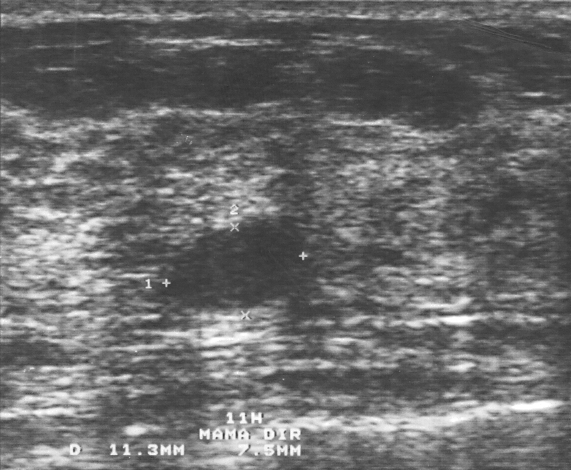
Acquired on GE Logiq 5 @10-12MHz. Breast ultrasound scan.
The breast lesion occupies approximately top-left (169, 224), bottom-right (300, 313). The breast lesion is benign on biopsy or follow-up.